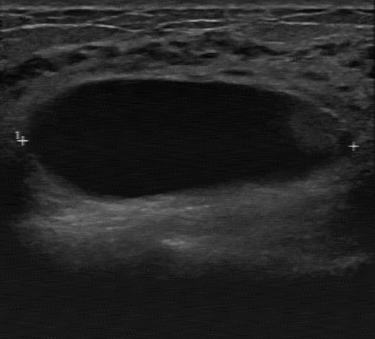
Modality: B-mode breast ultrasound.
The lesion was categorized BI-RADS 4 in the original read. On a second read by an independent reader: Its boundary is clear. There are no calcifications. The lesion has a regular margin. Echo pattern: hypoechoic. Histopathology: intraductal papilloma (benign).